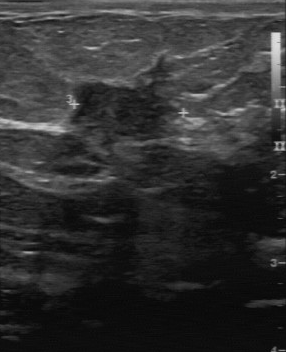
Modality: breast sonogram.
The lesion was assessed as BI-RADS 5 by the original reader.
Descriptors from an independent second read (not the reader who assigned the category):
The lesion has an irregular margin.
Boundary: unclear.
The lesion is hypoechoic.
Calcifications: none.
Biopsy showed invasive ductal carcinoma, a malignant finding.